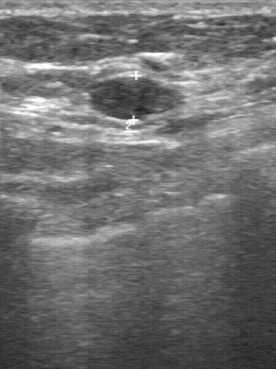
Acquired on GE Logiq 7 @10-14MHz. Modality: breast ultrasound.
Biopsy or follow-up result: benign. (BI-RADS category 3.)